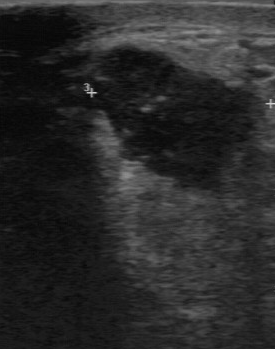
Imaging: breast ultrasound scan. Acquired on GE Logiq 7 @10-14MHz.
Lesion characteristics:
- BI-RADS category: 5
- pathology: invasive ductal carcinoma
- outcome on biopsy or follow-up: malignant